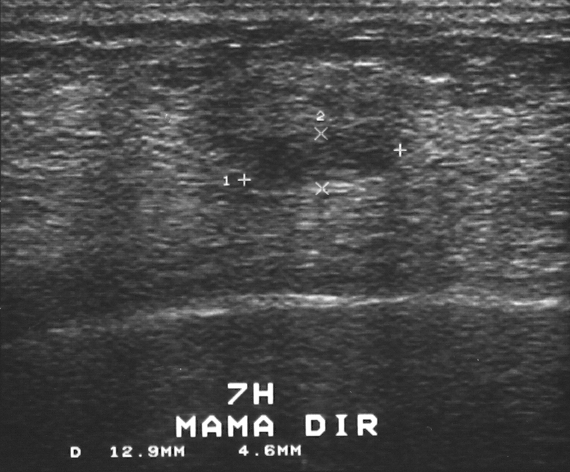
Breast ultrasound scan.
(coordinates in a 570x472 pixel frame) Lesion region of interest: [248, 128, 394, 191].